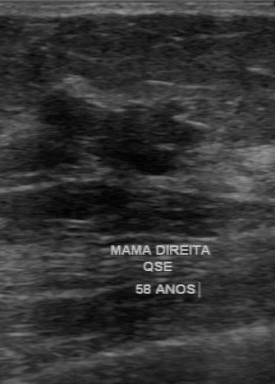
Breast US.
The finding demonstrates unclear boundary, biopsy result: fibroadenoma, hypoechoic echo pattern, irregular margin, calcifications: none.